Modality: breast US.
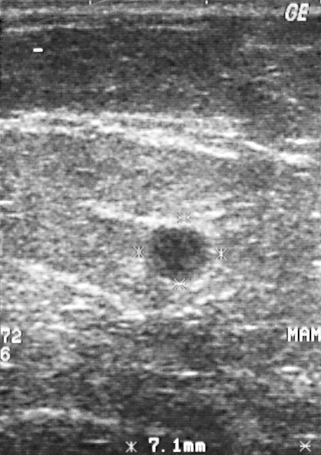
BI-RADS category 2.
The biopsy result was cyst; the finding is benign.
This finding proved benign on biopsy or follow-up.